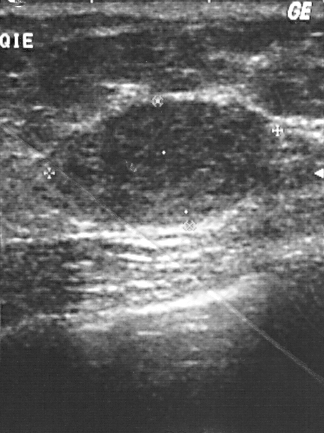
Breast US.
The finding demonstrates BI-RADS category: 2, biopsy result: fibroadenoma.